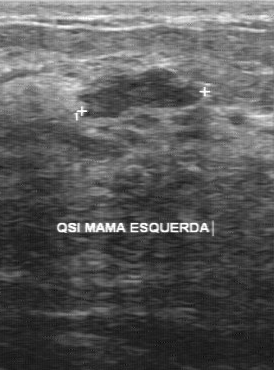
Scanner: GE Logiq 7 @10-14MHz. Modality: B-mode breast ultrasound.
BI-RADS assessment is 4. Histopathology is fibroadenoma.